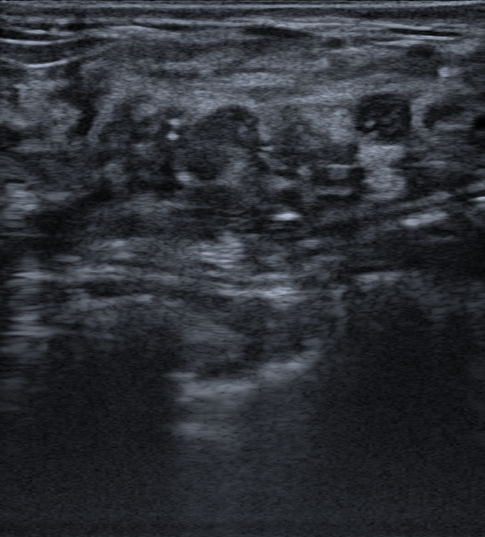
Imaging: B-mode breast ultrasound.
The mass is malignant on biopsy or follow-up.